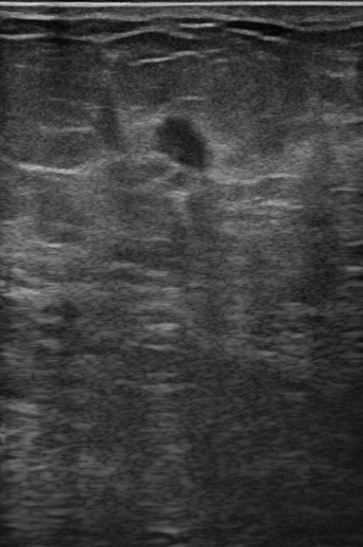
Background tissue composition: homogeneous: fat. Breast ultrasound scan.
(coordinates in a 363x547 pixel frame) The finding occupies approximately top-left (147, 110), bottom-right (219, 176). The finding is malignant on biopsy or follow-up.